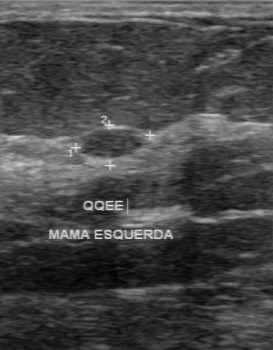
Imaging: breast ultrasound. Scanner: GE Logiq 7 @10-14MHz.
Pixel coordinates (x1, y1, x2, y2): Segment the breast lesion: bounding box top-left (81, 128), bottom-right (139, 160).